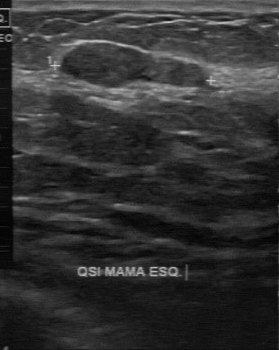
Scanner: GE Logiq 7 @10-14MHz. Modality: breast ultrasound scan.
Lesion characteristics:
- lesion boundary: clear
- calcifications: absent
- margin: regular
- echogenicity: slightly hypoechoic